Imaging: breast sonogram.
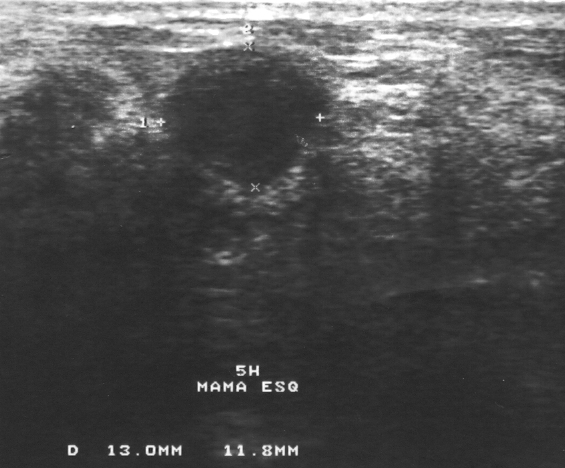
- BI-RADS assessment: 3